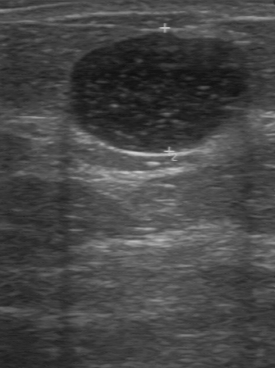
Modality: breast sonogram.
Pixel coordinates (x1, y1, x2, y2): Lesion bounding box: x1=66, y1=33, x2=251, y2=154. The lesion is benign on biopsy or follow-up. BI-RADS 2.